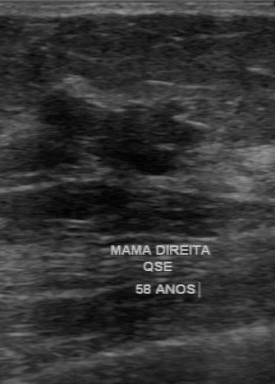
Scanner: GE Logiq 7 @10-14MHz. Imaging: breast ultrasound scan.
(coordinates in a 275x384 pixel frame) Breast lesion bounding box: 37 90 203 172. The breast lesion is benign on biopsy or follow-up.